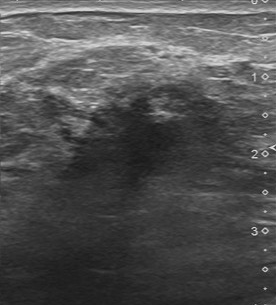
Breast ultrasound image.
Biopsy or follow-up result: malignant.